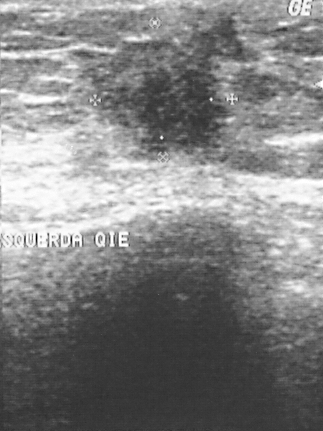
Scanner: GE Logiq 5 @10-12MHz. Modality: B-mode breast ultrasound.
Finding: breast lesion, malignant on biopsy or follow-up.